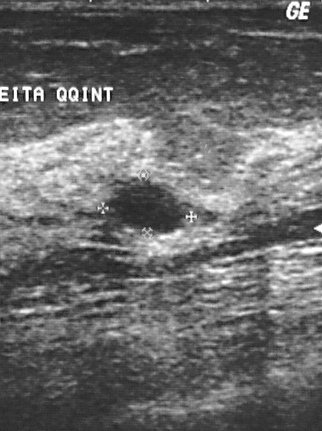
B-mode breast ultrasound.
BI-RADS: 2.
OUTCOME ON BIOPSY OR FOLLOW-UP: benign.